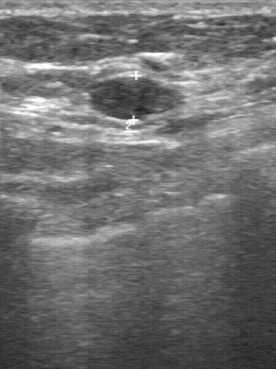
Breast ultrasound scan. Scanner: GE Logiq 7 @10-14MHz.
- BI-RADS: 3
- pathology: fibroadenoma